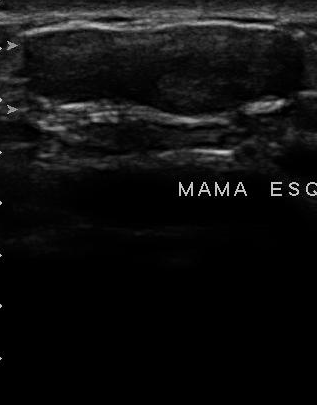
Imaging: breast ultrasound scan.
The boundary is fairly clear. Lesion margin is partially regular. Internal echoes are hypoechoic. Calcifications are absent.